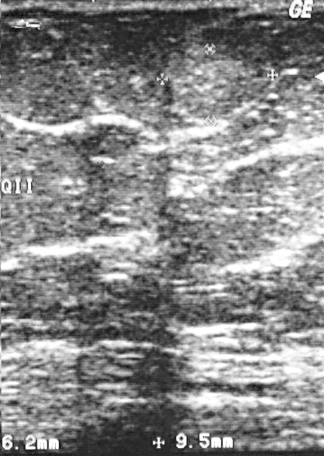
Scanner: GE Logiq 5 @10-12MHz. Modality: breast ultrasound scan.
A breast lesion is present on this breast ultrasound scan. BI-RADS category 2. The biopsy result was lipoma; the breast lesion is benign.